Modality: breast US. Scanner: GE Logiq 7 @10-14MHz.
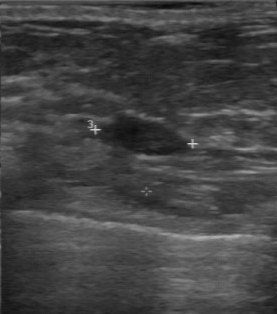
FINDINGS: Echo pattern: hypoechoic. Boundary: clear. Biopsy or follow-up result: benign. Calcifications: absent. Contour: regular.